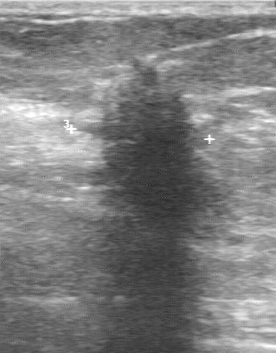
Modality: B-mode breast ultrasound.
B-mode breast ultrasound findings:
- boundary: unclear
- calcifications: absent
- confirmed outcome (biopsy or follow-up): malignant
- lesion margin: irregular
- echogenicity: hypoechoic